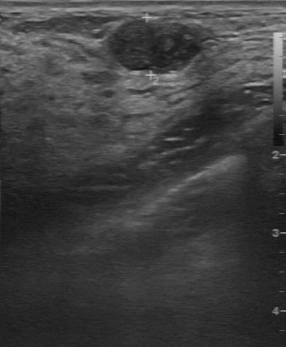
Breast sonogram.
The original reader assigned BI-RADS 3. On a second read by an independent reader: No calcifications are seen. Its boundary is clear. The lesion has a regular margin. Echo pattern: slightly hypoechoic. The biopsy result was cyst; the lesion is benign.